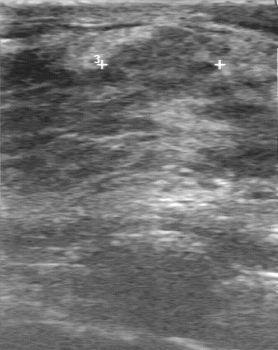
Imaging: breast ultrasound scan. Acquired on GE Logiq 7 @10-14MHz.
Coordinates are pixels in the 278x350 image. Lesion region of interest: x1=104, y1=41, x2=217, y2=92.